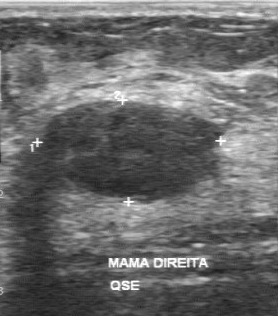
Breast ultrasound.
BI-RADS 3 in the original read; on a second read the margin is regular, the boundary clear and the breast lesion hypoechoic. No calcifications are seen. The biopsy result was fibroadenoma; the breast lesion is benign.